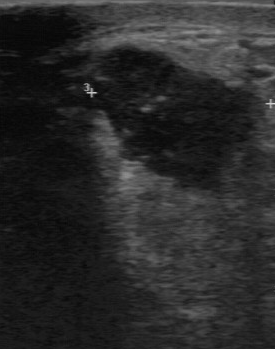
Modality: breast ultrasound.
(coordinates in a 275x349 pixel frame) The mass occupies approximately top-left (85, 46), bottom-right (266, 194). The mass is malignant on biopsy or follow-up. BI-RADS 5.